Modality: breast ultrasound scan.
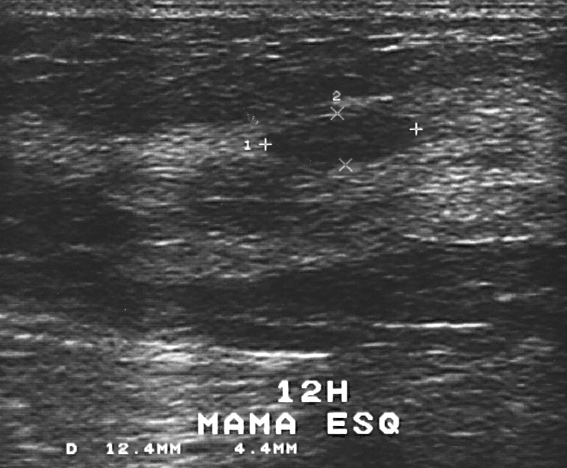
The breast lesion is located within the bounding box [283, 113, 411, 166].